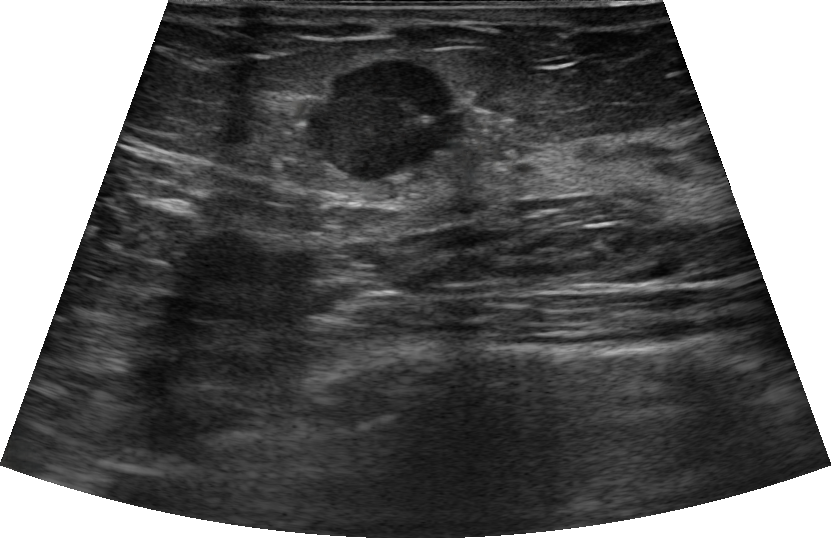
Imaging: breast ultrasound scan.
Lesion bounding box: [290, 62, 520, 187].